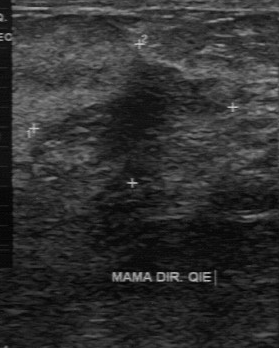
Modality: breast sonogram.
Echogenicity: slightly hypoechoic. Lesion boundary: unclear. Biopsy result: fibrocystic changes. Contour: irregular. Calcifications: none.
OUTCOME ON BIOPSY OR FOLLOW-UP: benign.